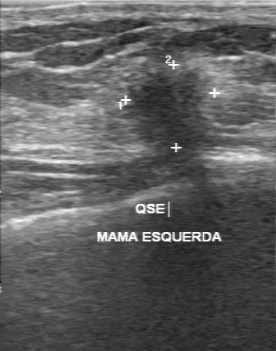
Breast US.
BI-RADS category is 5. Histopathology is invasive ductal carcinoma.